Imaging: breast ultrasound image. Scanner: GE Logiq 7 @10-14MHz.
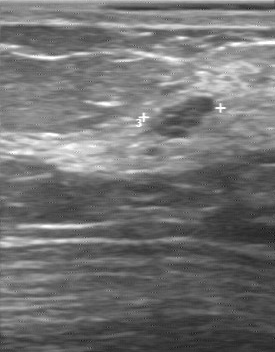
This breast ultrasound image shows a finding with BI-RADS: 3, confirmed outcome (biopsy or follow-up): benign, histopathology: cyst.